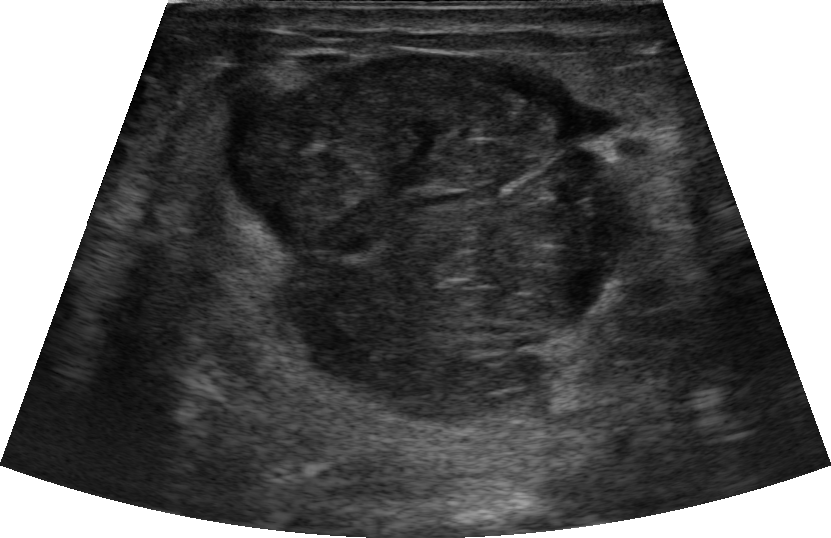
Modality: breast ultrasound image.
Pixel coordinates (x1, y1, x2, y2): Segment the finding: bounding box (214,44)-(636,420). The finding is benign on biopsy or follow-up.